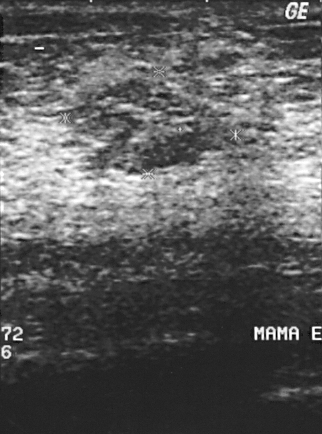
B-mode breast ultrasound.
A lesion is present on this B-mode breast ultrasound. It was assessed as BI-RADS 3. Pathology confirmed benign mastitis.